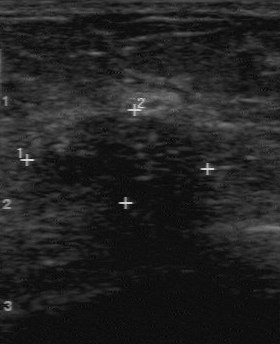
Scanner: GE Logiq 7 @10-14MHz. Breast ultrasound scan.
Pixel coordinates (x1, y1, x2, y2): Mass bounding box: x1=36, y1=115, x2=219, y2=225. The mass is malignant on biopsy or follow-up.